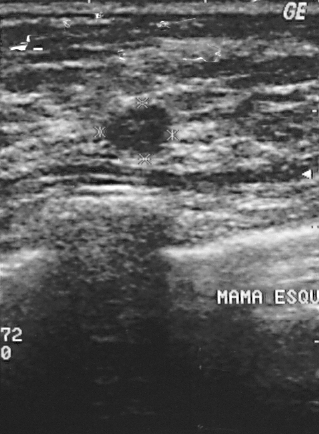
Modality: breast US.
This finding proved benign on biopsy or follow-up.
Biopsy showed fibroadenoma.
The finding is assessed as BI-RADS 2.